Breast ultrasound. Scanner: GE Logiq 7 @10-14MHz.
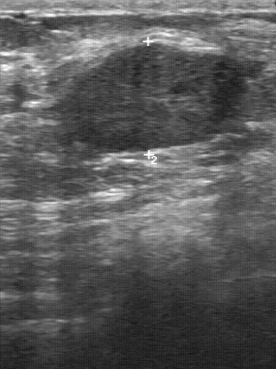
A lesion is seen with regular margin, calcifications: absent, confirmed outcome (biopsy or follow-up): benign, fairly clear lesion boundary, slightly hypoechoic echo pattern.